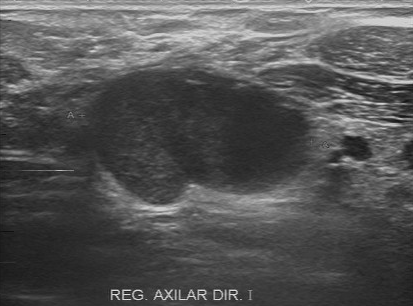
Modality: breast ultrasound image.
The lesion was categorized BI-RADS 4 in the original read. Descriptors from an independent second read (not the reader who assigned the category): The lesion has a partially regular margin. Boundary: clear. Echo pattern: hypoechoic. There are no calcifications. Biopsy showed invasive ductal carcinoma, a malignant finding.